Imaging: breast ultrasound image.
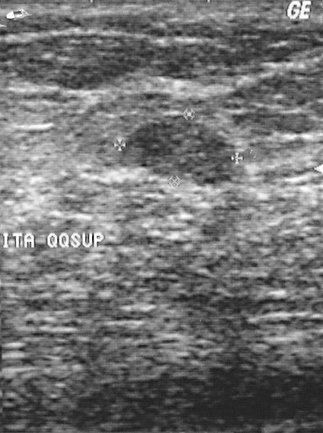
(coordinates in a 323x433 pixel frame) The breast lesion is located within the bounding box [124, 115, 234, 185]. BI-RADS 2.